Acquired on GE Logiq 7 @10-14MHz. Imaging: breast ultrasound image.
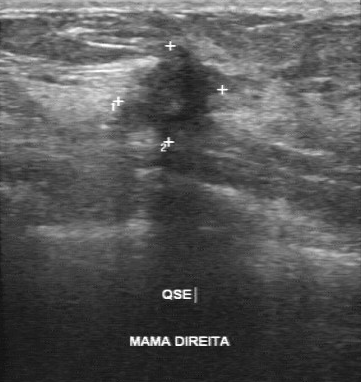
Internal echoes: hypoechoic. The BI-RADS (first reader) is 5. Calcifications are absent. Lesion margin is irregular. Second-reader BI-RADS is 4B.